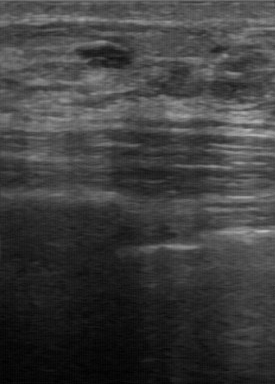
Scanner: GE Logiq 7 @10-14MHz. Modality: breast ultrasound.
BI-RADS 3 in the original read; on a second read the margin is regular, the boundary clear and the mass hypoechoic. No calcifications are seen. Histopathology: ductal hyperplasia (benign).